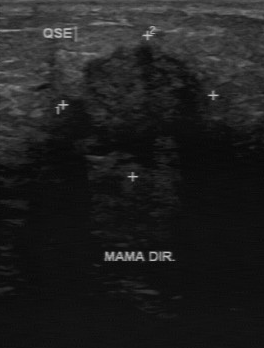
Modality: breast sonogram.
The biopsy result is invasive ductal carcinoma. Confirmed outcome (biopsy or follow-up) is malignant. BI-RADS assessment: 4.